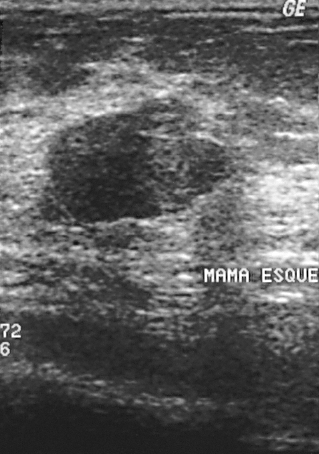
Breast ultrasound scan.
Histopathology: fibroadenoma (benign).
The breast lesion is assessed as BI-RADS 2.